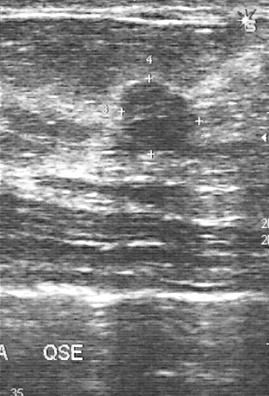
Scanner: GE Logiq 5 @10-12MHz. Modality: B-mode breast ultrasound.
Finding: lesion, benign on biopsy or follow-up. (BI-RADS category 3.)